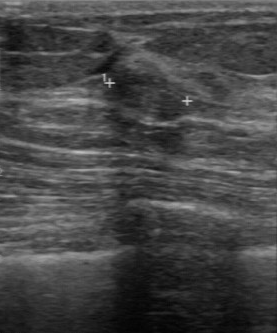
Breast ultrasound image.
This breast ultrasound image shows a lesion, benign on biopsy or follow-up.